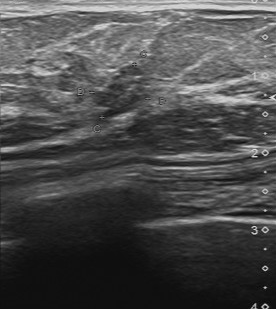
Modality: B-mode breast ultrasound.
This B-mode breast ultrasound shows a breast lesion with BI-RADS assessment: 4, pathology: adenocarcinoma.